Breast US. Scanner: GE Logiq 5 @10-12MHz.
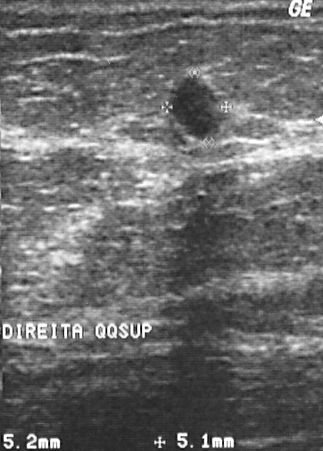
Pixel coordinates (x1, y1, x2, y2): Segment the breast lesion: bounding box 168 74 217 140. The breast lesion is benign on biopsy or follow-up.